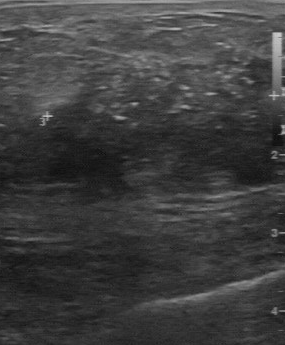
Modality: breast US.
Biopsy or follow-up result: malignant. BI-RADS 4.